Breast sonogram. Patient age: 63.
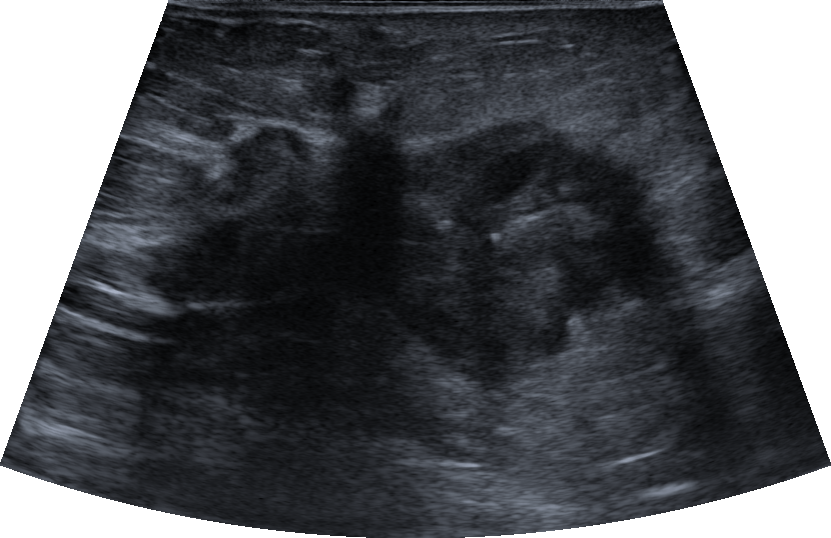
There are calcifications in the mass.
There is no skin thickening.
The breast lesion has spiculated and indistinct margins.
Posterior shadowing is present.
There is an echogenic halo.
The breast lesion appears irregular.
Its echo pattern is hypoechoic.
This breast lesion proved malignant on biopsy or follow-up.
Assigned BI-RADS 5.
Biopsy confirmed invasive carcinoma of no special type (NST).